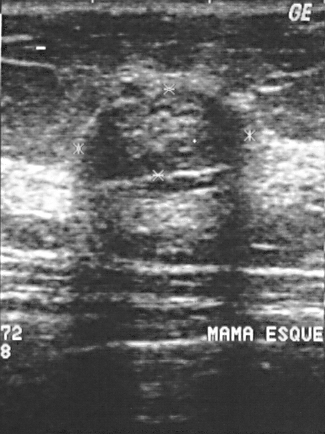
Scanner: GE Logiq 5 @10-12MHz. Imaging: breast sonogram.
Pixel coordinates (x1, y1, x2, y2): The mass is located within the bounding box top-left (92, 90), bottom-right (240, 179).